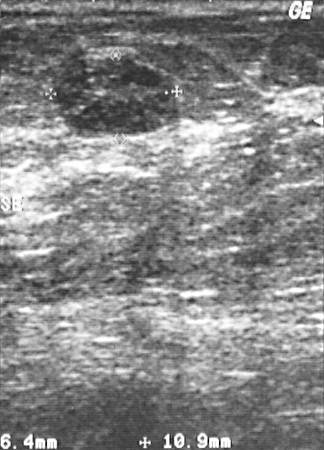
Modality: breast ultrasound scan.
Coordinates are pixels in the 324x450 image. Finding bounding box: [56, 58, 173, 133].